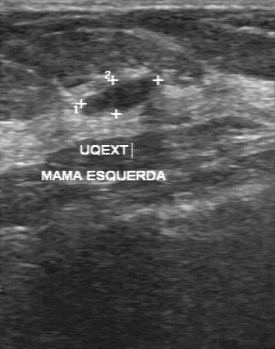
Modality: B-mode breast ultrasound.
Coordinates are pixels in the 275x349 image. Breast lesion bounding box: (82,77)-(158,116).